Acquired on Toshiba Aplio 300 @12-14 MHz. Imaging: breast ultrasound image.
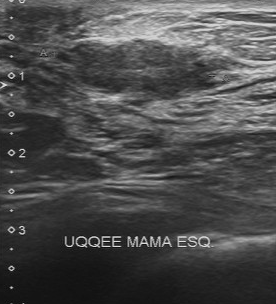
A finding is seen with BI-RADS category: 4.